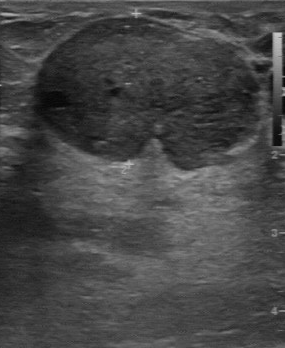
Imaging: breast ultrasound image.
The lesion is located within the bounding box (38, 18) to (259, 167). The lesion is benign on biopsy or follow-up.